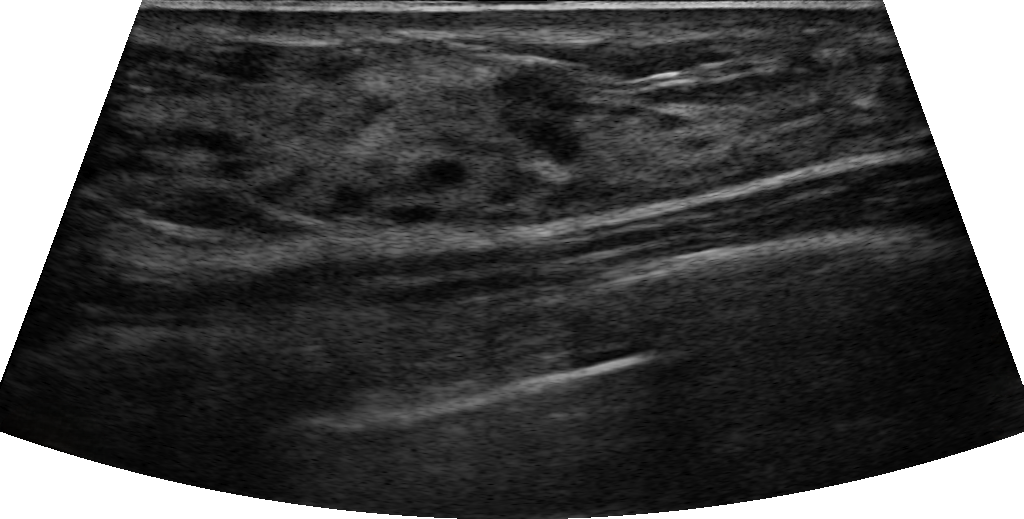
Imaging: breast ultrasound scan. Background echotexture is homogeneous: fibroglandular.
Outcome on biopsy or follow-up: benign.